B-mode breast ultrasound.
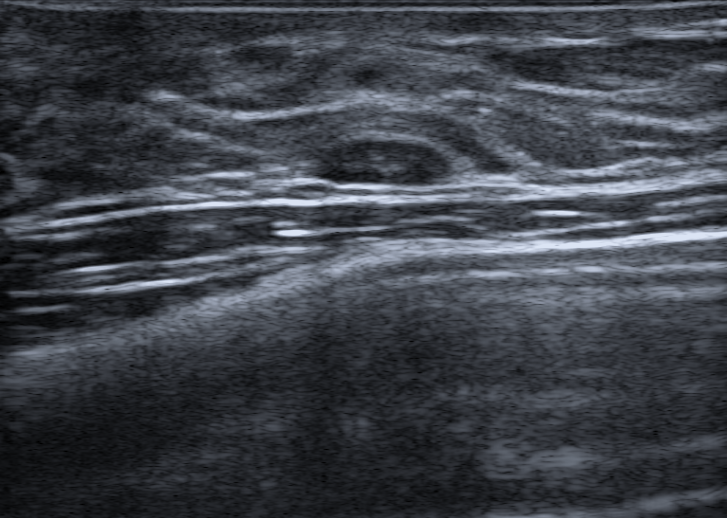
Outcome on biopsy or follow-up: benign. BI-RADS 2.